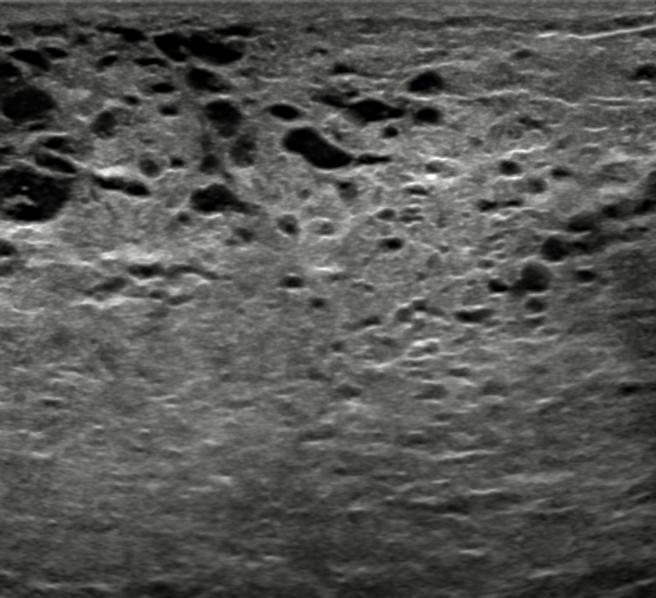
Background tissue composition: lactating and homogeneous: fibroglandular. Modality: breast ultrasound.
No focal lesion identified.